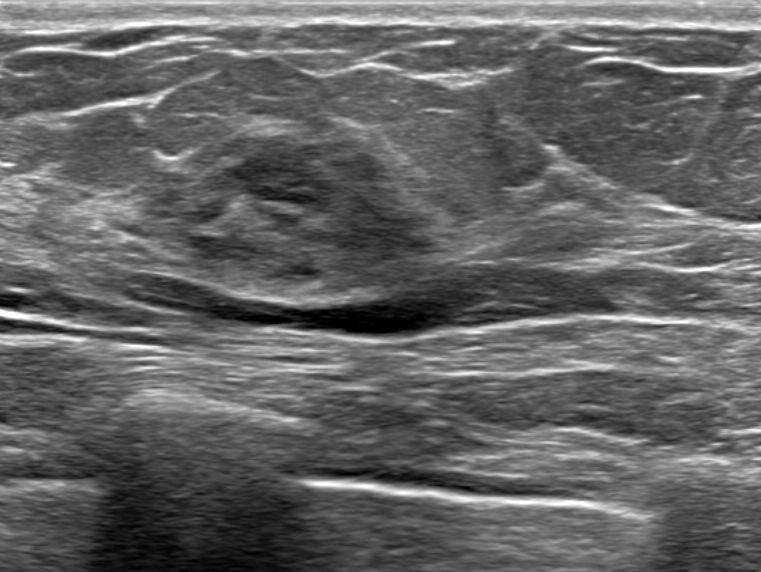
Modality: breast sonogram.
Skin thickening: none.
There is no echogenic halo.
Margin: circumscribed.
No calcifications are seen.
The mass is oval in shape.
The mass is isoechoic.
Posterior enhancement is present.
Biopsy confirmed benign mammary dysplasia.
This mass proved benign on biopsy or follow-up.
BI-RADS assessment: 4A.